Breast sonogram. Acquired on GE Logiq 5 @10-12MHz.
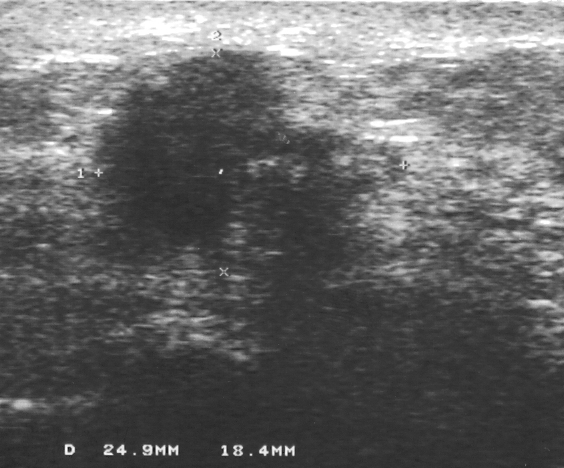
The breast lesion is malignant on biopsy or follow-up. The biopsy result was invasive ductal carcinoma. BI-RADS category 4.